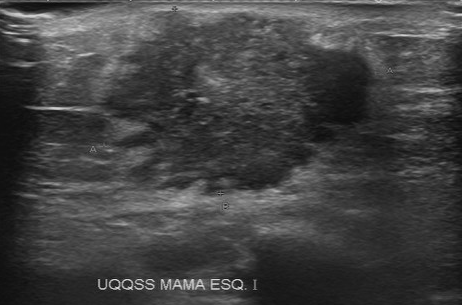
Breast ultrasound scan. Acquired on Toshiba Aplio 300 @12-14 MHz.
Pixel coordinates (x1, y1, x2, y2): Mass bounding box: top-left (93, 10), bottom-right (373, 194). BI-RADS 5.